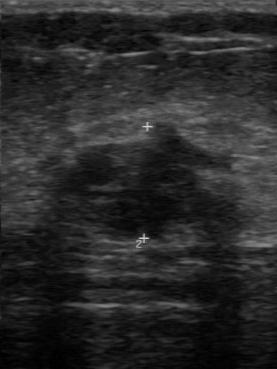
B-mode breast ultrasound.
BI-RADS 4 in the original read; on a second read the margin is irregular, the boundary unclear and the breast lesion hypoechoic. The biopsy result was invasive ductal carcinoma; the breast lesion is malignant.